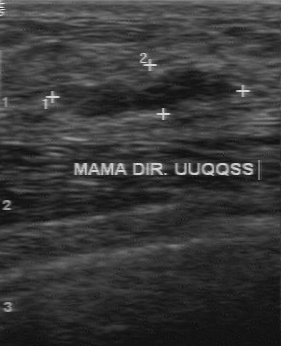
Imaging: breast ultrasound image.
Biopsy or follow-up result: benign. BI-RADS 3.